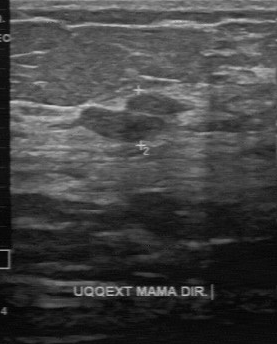
Modality: breast ultrasound.
Coordinates are pixels in the 277x344 image. Breast lesion bounding box: top-left (79, 93), bottom-right (180, 142). The breast lesion is benign on biopsy or follow-up. BI-RADS 3.